Breast ultrasound scan.
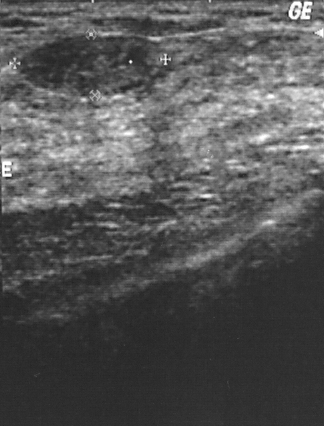
BI-RADS assessment: 2. Histopathology: fibroadenoma (benign). Outcome on biopsy or follow-up: benign.